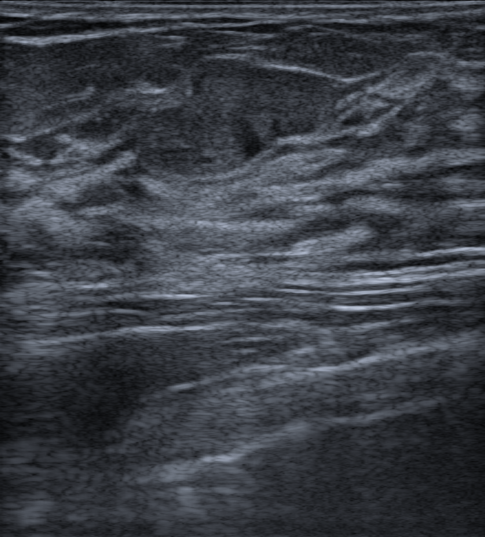
Breast ultrasound.
The lesion occupies approximately top-left (132, 55), bottom-right (339, 176). The lesion is benign on biopsy or follow-up.